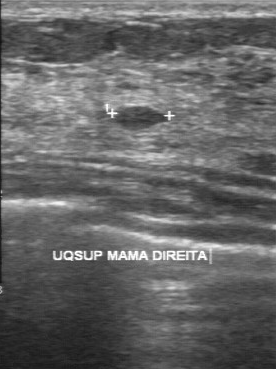
Acquired on GE Logiq 7 @10-14MHz. B-mode breast ultrasound.
FINDINGS: B-mode breast ultrasound. BI-RADS category: 3. Histopathology: ductal carcinoma in situ.
OUTCOME ON BIOPSY OR FOLLOW-UP: malignant.